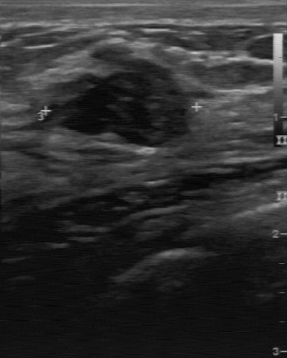
Imaging: breast ultrasound image.
The breast lesion was assessed as BI-RADS 3 by the original reader. On a second, independent read, a breast lesion with an irregular margin and an unclear boundary is seen; it is hypoechoic. The biopsy result was fibroadenoma; the breast lesion is benign.